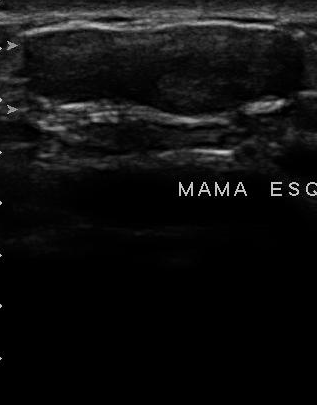
Breast ultrasound image.
BI-RADS 2 in the original read; on a second read the margin is partially regular, the boundary fairly clear and the lesion hypoechoic. The biopsy result was fibroadenoma; the lesion is benign.